Imaging: B-mode breast ultrasound. Scanner: GE Logiq 7 @10-14MHz.
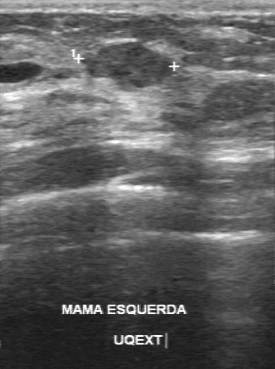
Lesion margin: partially regular. Internal echoes: slightly hypoechoic. Boundary: fairly clear. Calcifications: absent.
OUTCOME ON BIOPSY OR FOLLOW-UP: benign.